B-mode breast ultrasound.
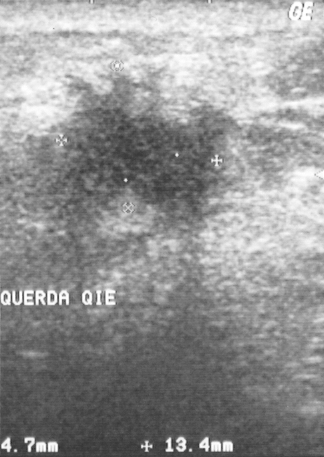
A finding is present on this B-mode breast ultrasound. BI-RADS category 4. Histopathology: invasive ductal carcinoma (malignant).